Breast ultrasound scan. Scanner: GE Logiq 5 @10-12MHz.
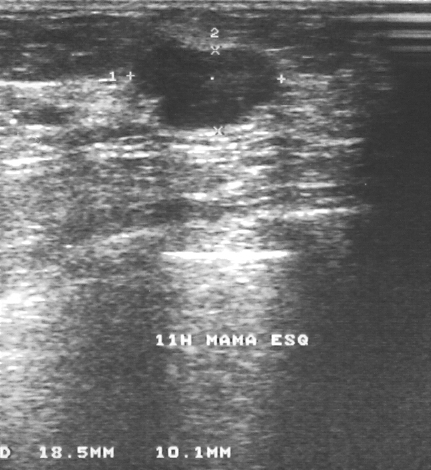
Outcome on biopsy or follow-up: benign.